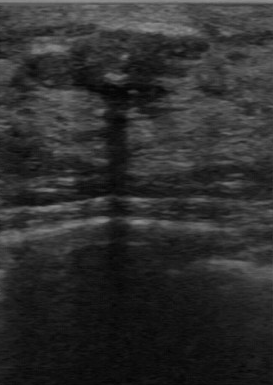
B-mode breast ultrasound.
The BI-RADS category is 2.